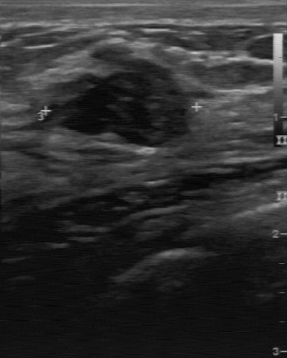
Breast ultrasound scan.
Coordinates are pixels in the 287x358 image. Lesion region of interest: top-left (58, 73), bottom-right (190, 145). The lesion is benign on biopsy or follow-up. BI-RADS 3.